Acquired on GE Logiq 7 @10-14MHz. B-mode breast ultrasound.
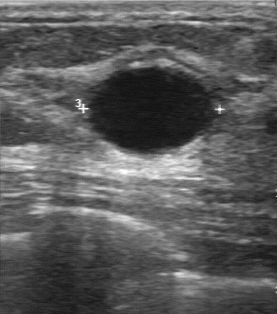
Biopsy result: cyst. The BI-RADS category is 2.